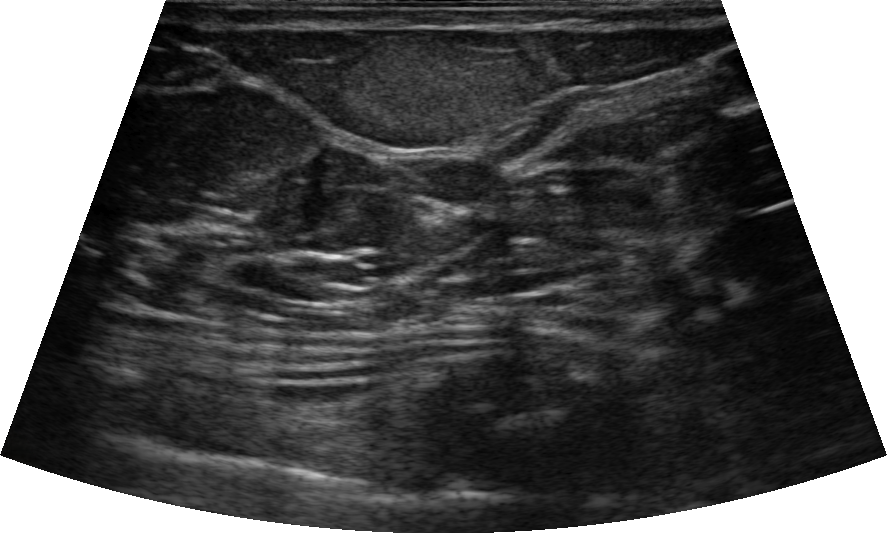
78-year-old patient. Modality: breast sonogram. Background tissue composition: heterogeneous: predominantly fat.
The differential is Lipoma; Hemangioma. There is no skin thickening. Shape is oval. Verification: confirmed by follow-up care. Echo pattern is hyperechoic. The BI-RADS assessment is 2. The echogenic halo is absent.